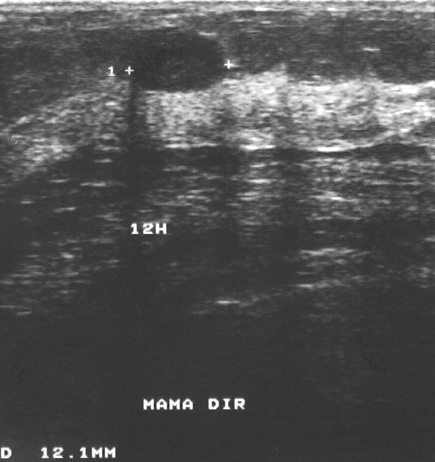
Breast sonogram. Scanner: GE Logiq 5 @10-12MHz.
Pixel coordinates (x1, y1, x2, y2): Lesion region of interest: (135, 34) to (224, 92). The breast lesion is benign on biopsy or follow-up.